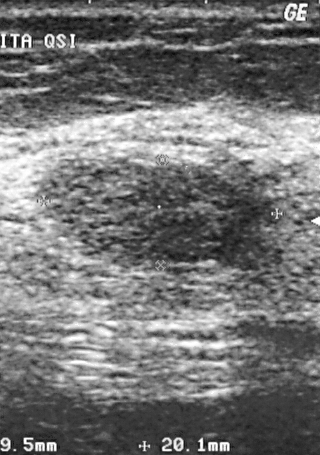
Breast ultrasound scan.
(coordinates in a 320x455 pixel frame) Lesion region of interest: 41 159 258 273. The breast lesion is benign on biopsy or follow-up. BI-RADS 2.